Modality: breast sonogram.
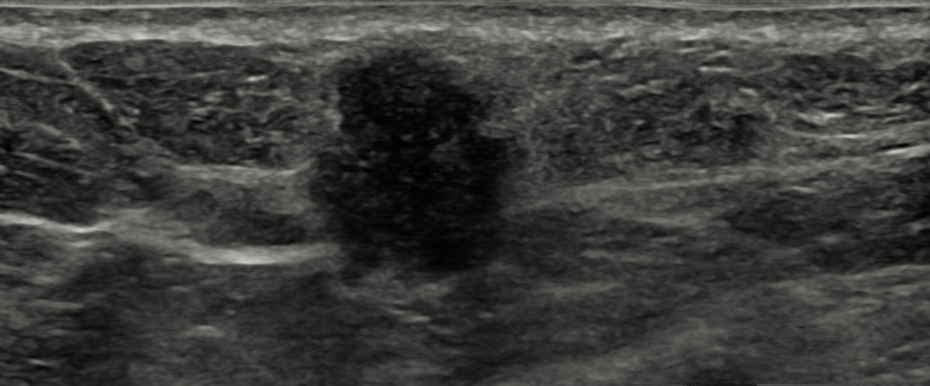
FINDINGS: Echotexture: hypoechoic. Biopsy or follow-up result: malignant. Lesion margin: not circumscribed - microlobulated. BI-RADS: 4B. Skin thickening: absent. Posterior acoustic features: enhancement. Lesion shape: irregular.
OUTCOME ON BIOPSY OR FOLLOW-UP: malignant.